Acquired on GE Logiq 5 @10-12MHz. Modality: breast ultrasound scan.
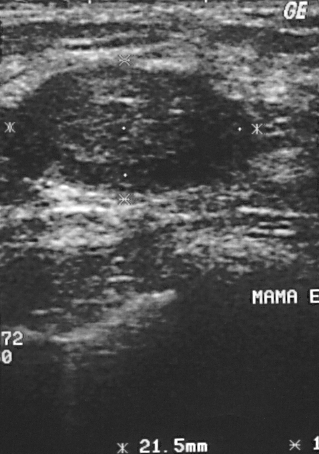
Breast ultrasound scan findings:
- confirmed outcome (biopsy or follow-up): benign
- BI-RADS assessment: 2